Scanner: GE Logiq 7 @10-14MHz. Imaging: breast ultrasound image.
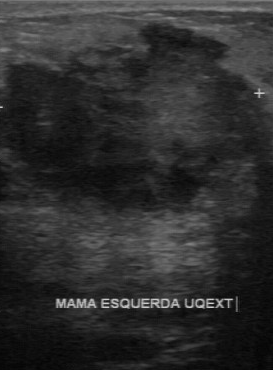
Biopsy or follow-up result: malignant. (BI-RADS category 5.)